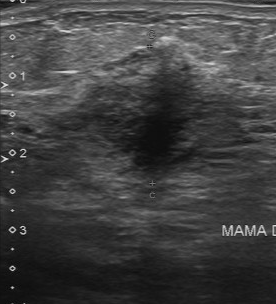
Acquired on Toshiba Aplio 300 @12-14 MHz. Modality: breast US.
Boundary is unclear. Original BI-RADS is 5. Contour is irregular. The biopsy or follow-up result is malignant. The independent BI-RADS assessment is 4B. There are no calcifications. Echo pattern is heterogeneous.